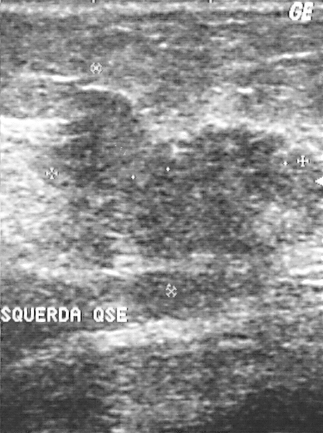
Breast US.
A lesion is seen with BI-RADS assessment: 5, biopsy result: invasive ductal carcinoma, biopsy or follow-up result: malignant.